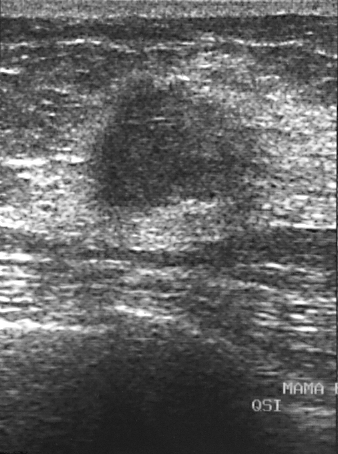
Breast ultrasound image.
Outcome on biopsy or follow-up: malignant. (BI-RADS category 5.)